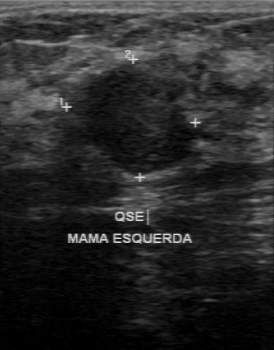
Modality: breast ultrasound scan.
Finding: mass, benign on biopsy or follow-up. BI-RADS 4.